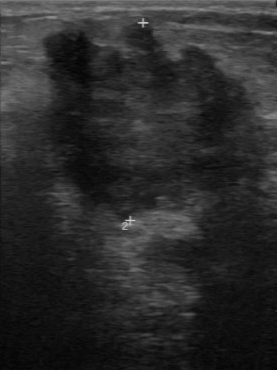
Modality: breast sonogram.
(coordinates in a 277x370 pixel frame) Lesion bounding box: x1=43, y1=23, x2=266, y2=222. The lesion is malignant on biopsy or follow-up. BI-RADS 5.